Modality: breast ultrasound image. Acquired on GE Logiq 7 @10-14MHz.
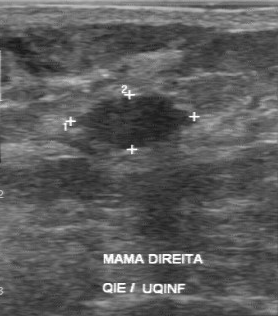
BI-RADS 2 in the original read. Findings on the second read (an independent reader): a hypoechoic mass, margin regular, boundary clear. There are no calcifications. The biopsy result was cyst; the mass is benign.